Imaging: breast ultrasound image.
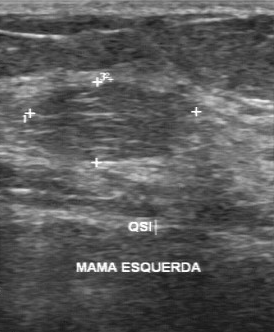
The BI-RADS (first reader) is 2. Internal echoes: heterogeneous. BI-RADS (second read): 3.